Breast ultrasound scan.
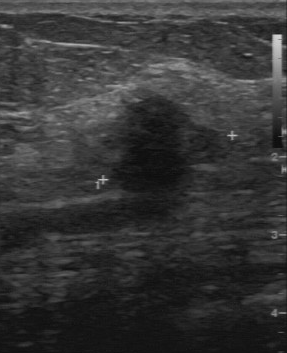
Lesion region of interest: (100,96)-(231,192).